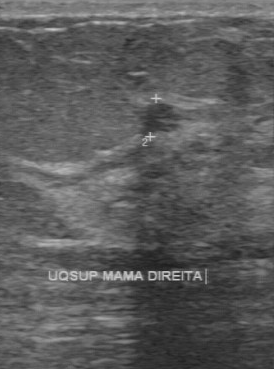
Acquired on GE Logiq 7 @10-14MHz. Imaging: breast US.
FINDINGS: Pathology: invasive ductal carcinoma. BI-RADS assessment: 4.
OUTCOME ON BIOPSY OR FOLLOW-UP: malignant.